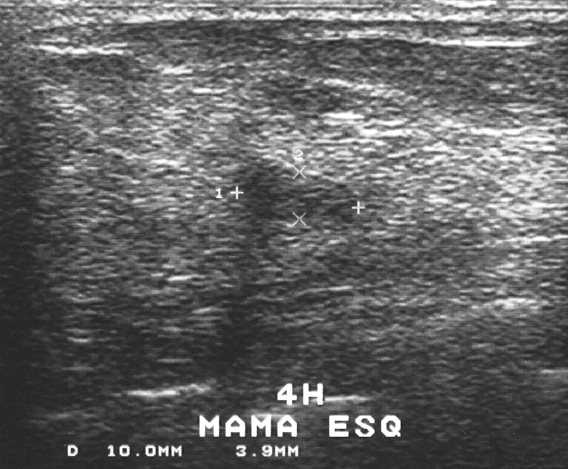
Breast sonogram.
Outcome on biopsy or follow-up: benign.